Imaging: breast ultrasound scan. Acquired on GE Logiq 7 @10-14MHz.
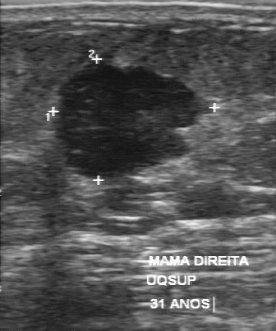
The lesion was categorized BI-RADS 4 in the original read. Findings on the second read (an independent reader): a hypoechoic lesion, margin partially regular, boundary somewhat unclear. Pathology confirmed malignant invasive ductal carcinoma.